Imaging: B-mode breast ultrasound.
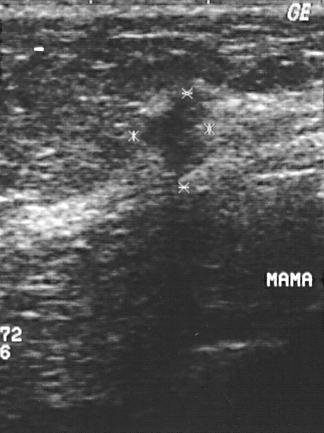
A finding is present on this B-mode breast ultrasound. It was assessed as BI-RADS 4. Biopsy showed invasive ductal carcinoma, a malignant finding.